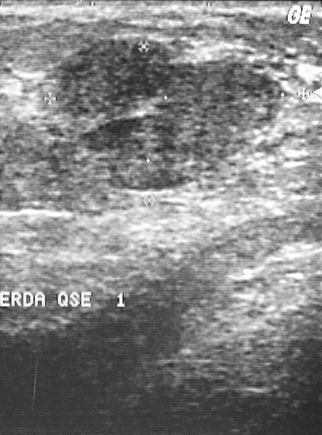
Modality: B-mode breast ultrasound.
This B-mode breast ultrasound shows a lesion, benign on biopsy or follow-up.